Modality: breast US.
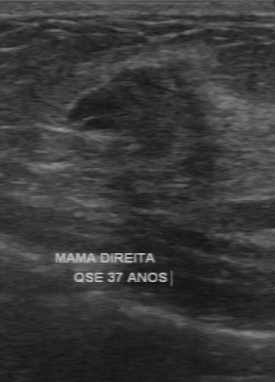
A lesion is seen with partially regular margin, slightly hypoechoic internal echoes, calcifications: absent, BI-RADS (first reader): 3, independent BI-RADS assessment: 4A.